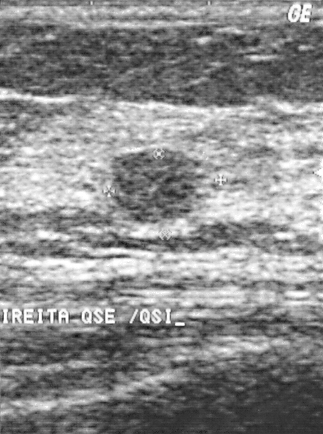
Imaging: breast ultrasound image.
A mass is seen. It was assessed as BI-RADS 2. The biopsy result was cyst; the mass is benign.